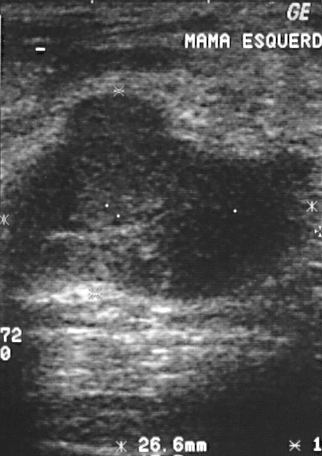
Imaging: breast ultrasound image.
A breast lesion is seen. It was assessed as BI-RADS 4. Pathology confirmed benign fibroadenoma.